Imaging: breast sonogram.
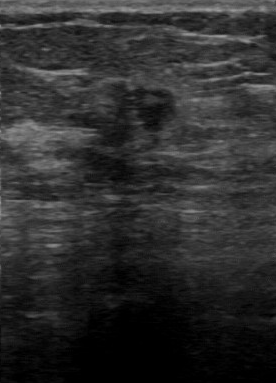
Biopsy or follow-up result: malignant.